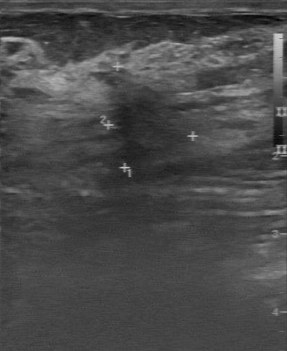
Scanner: GE Logiq 7 @10-14MHz. Modality: breast ultrasound image.
FINDINGS: Independent BI-RADS assessment: 4B.
OUTCOME ON BIOPSY OR FOLLOW-UP: benign.